Imaging: breast ultrasound image.
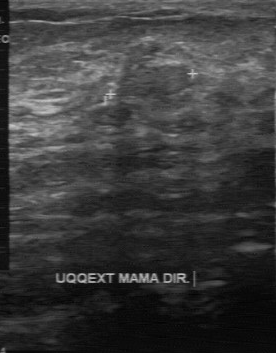
BI-RADS 3 in the original read; on a second read the margin is regular, the boundary clear and the mass isoechoic. Calcifications: none. Histopathology: cyst (benign).